Breast ultrasound.
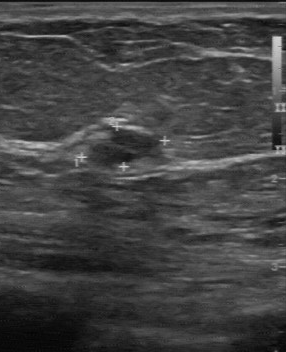
(coordinates in a 286x352 pixel frame) Breast lesion bounding box: 91 131 157 166. The breast lesion is benign on biopsy or follow-up. BI-RADS 2.